Imaging: breast US. Scanner: GE Logiq 5 @10-12MHz.
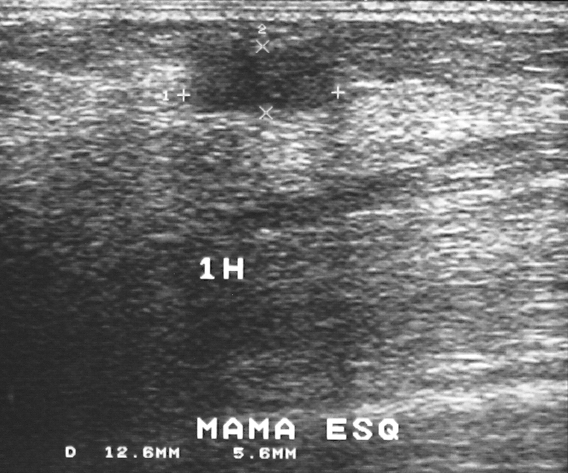
Lesion: benign on biopsy or follow-up. BI-RADS 3.